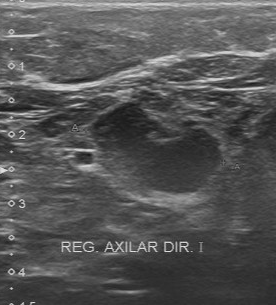
Modality: breast ultrasound. Acquired on Toshiba Aplio 300 @12-14 MHz.
The breast lesion was categorized BI-RADS 4 in the original read. A second reader, independent of the original assessment, describes a slightly hypoechoic breast lesion with a partially regular margin; the boundary is fairly clear. Histopathology: hyperplasia (benign).